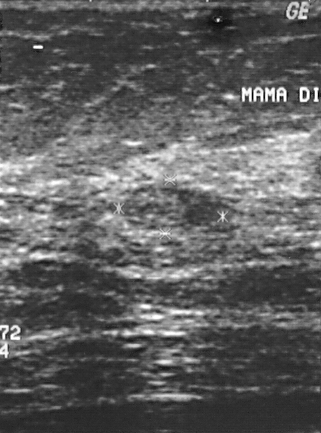
Breast ultrasound scan.
BI-RADS category 3. The finding is benign on biopsy or follow-up. The biopsy result was fibroadenoma.